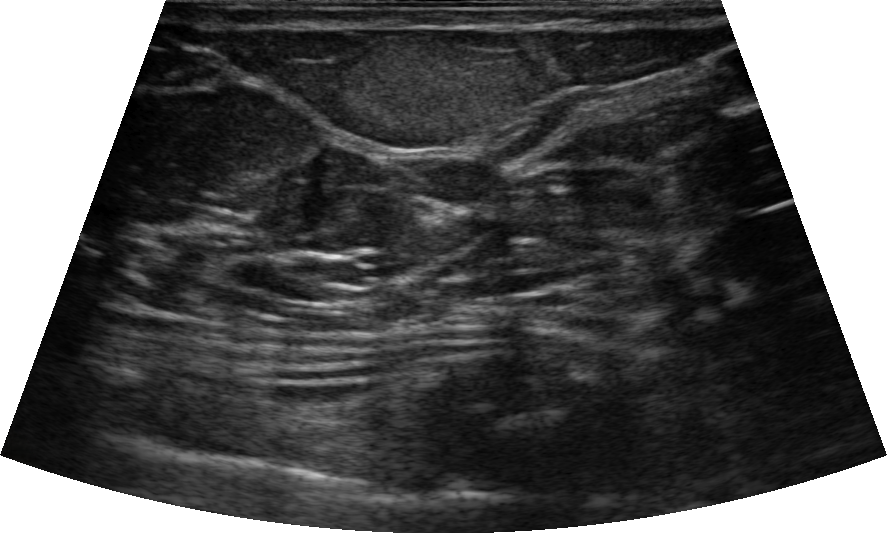
Background echotexture is heterogeneous: predominantly fat. Modality: breast US.
An oval, hyperechoic breast lesion with circumscribed margins is seen. There are no posterior acoustic features. Calcifications: none. The breast lesion is categorized as BI-RADS 2; on biopsy or follow-up it was benign. Verification: follow-up care.